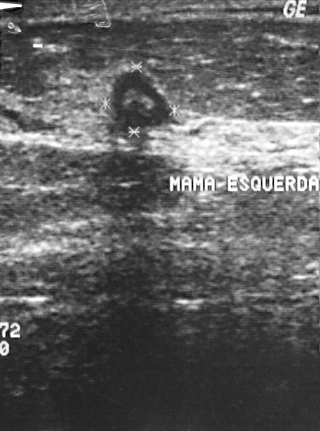
Imaging: B-mode breast ultrasound. Acquired on GE Logiq 5 @10-12MHz.
This B-mode breast ultrasound shows a mass, benign on biopsy or follow-up. BI-RADS 2.